B-mode breast ultrasound.
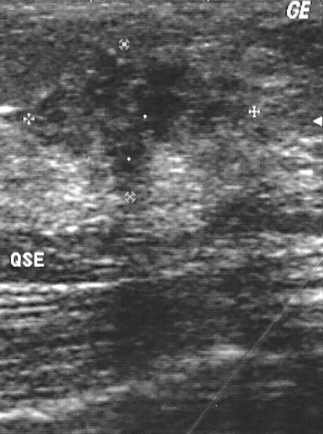
Lesion characteristics:
- outcome on biopsy or follow-up: malignant
- BI-RADS category: 4